Imaging: breast ultrasound image.
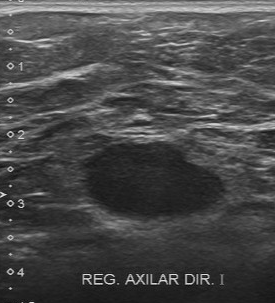
Breast ultrasound image findings:
- BI-RADS assessment: 4
- biopsy or follow-up result: malignant